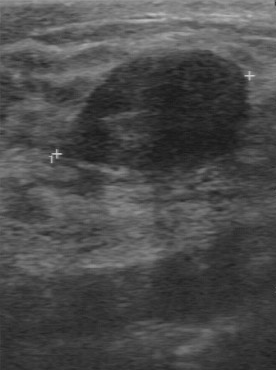
Breast ultrasound scan.
The second-reader BI-RADS is 3.